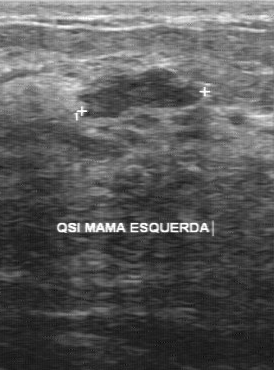
Imaging: breast ultrasound.
Echogenicity: slightly hypoechoic. BI-RADS (first reader): 4. Biopsy or follow-up result: benign. BI-RADS on independent re-read: 3.